Modality: B-mode breast ultrasound.
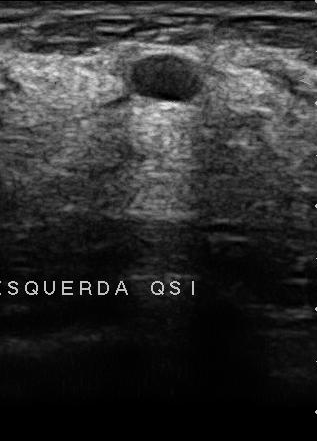
Pixel coordinates (x1, y1, x2, y2): Lesion region of interest: (133, 55) to (202, 101).